Imaging: B-mode breast ultrasound.
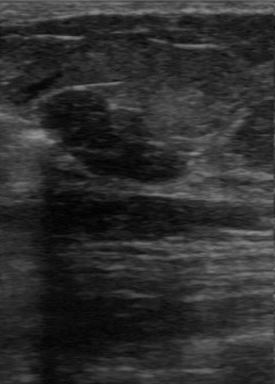
BI-RADS 3 in the original read; on a second read the margin is partially regular, the boundary fairly clear and the finding hypoechoic. There are no calcifications. Pathology confirmed benign fibroadenoma.